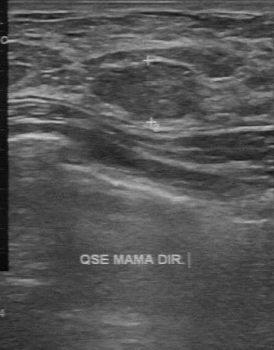
Scanner: GE Logiq 7 @10-14MHz. Breast ultrasound image.
Lesion characteristics:
- contour: regular
- outcome on biopsy or follow-up: benign
- internal echoes: slightly hypoechoic
- calcifications: absent
- lesion boundary: clear